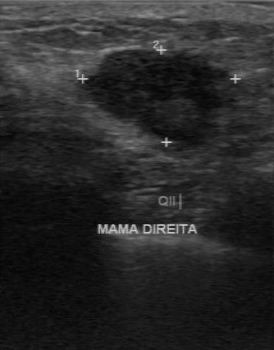
Breast ultrasound. Scanner: GE Logiq 7 @10-14MHz.
Biopsy or follow-up result: malignant. BI-RADS 4.